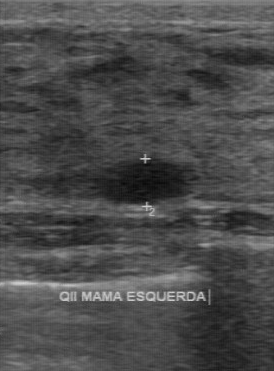
Modality: breast ultrasound scan.
- biopsy or follow-up result: benign
- BI-RADS assessment: 3